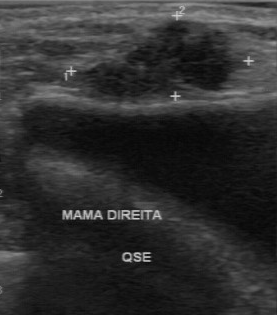
B-mode breast ultrasound.
The original reader assigned BI-RADS 4. On a second, independent read, a finding with a partially regular margin and a somewhat unclear boundary is seen; it is hypoechoic. Histopathology: invasive ductal carcinoma (malignant).